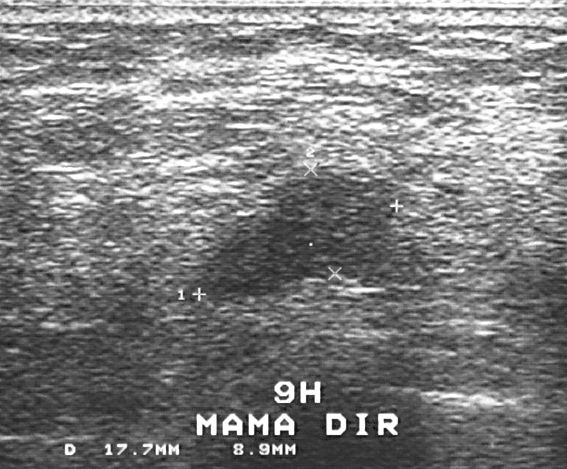
Modality: B-mode breast ultrasound. Acquired on GE Logiq 5 @10-12MHz.
Pixel coordinates (x1, y1, x2, y2): Lesion region of interest: x1=203, y1=170, x2=395, y2=295.